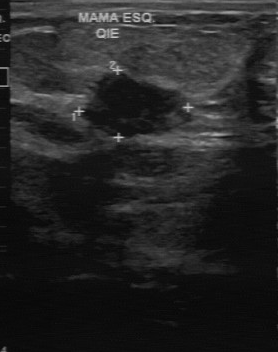
Imaging: breast ultrasound scan.
BI-RADS 5 in the original read. The following findings are from a second reader, independent of the original assessment. The margin is partially regular. Its boundary is fairly clear. The mass is hypoechoic. Calcifications: none. The biopsy result was invasive ductal carcinoma; the mass is malignant.